Breast ultrasound image. Scanner: GE Logiq 5 @10-12MHz.
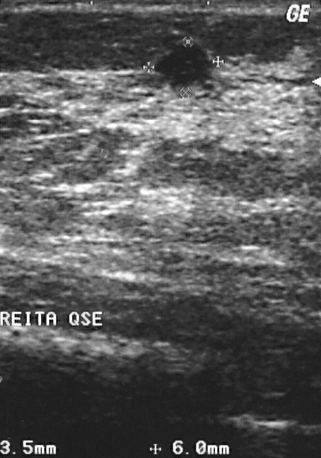
A finding is seen. BI-RADS category 2. Biopsy showed cyst, a benign finding.